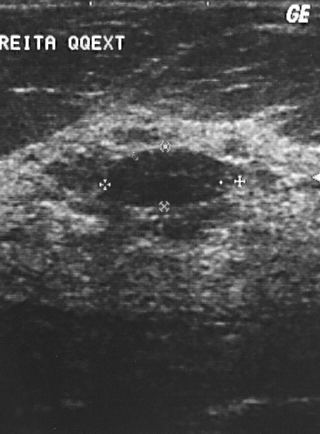
Imaging: breast sonogram.
A finding is seen with biopsy or follow-up result: benign, BI-RADS: 2.